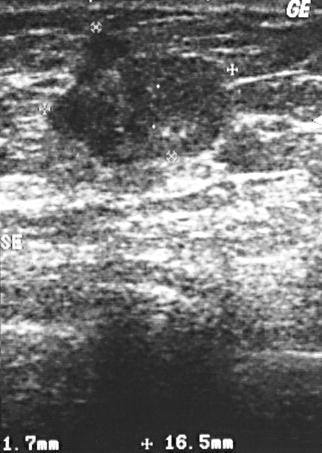
Breast ultrasound scan.
(coordinates in a 322x453 pixel frame) The finding occupies approximately 47 29 236 169. The finding is malignant on biopsy or follow-up.